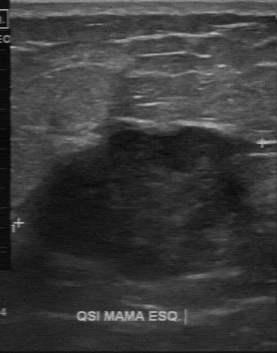
Scanner: GE Logiq 7 @10-14MHz. Breast ultrasound scan.
Lesion characteristics:
- outcome on biopsy or follow-up: malignant
- calcifications: absent
- contour: partially regular
- lesion boundary: somewhat unclear
- echo pattern: hypoechoic